Modality: breast ultrasound scan.
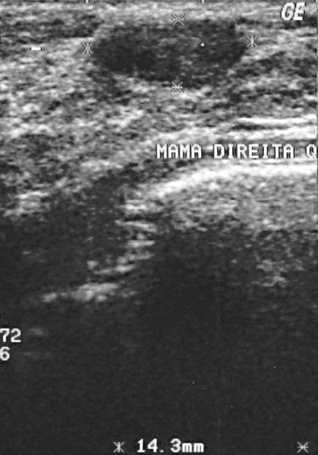
This breast ultrasound scan shows a mass, benign on biopsy or follow-up.